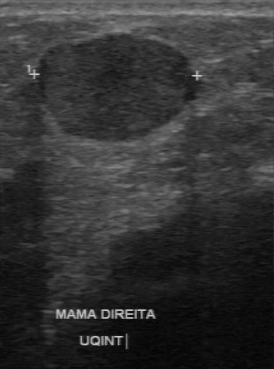
Acquired on GE Logiq 7 @10-14MHz. Breast US.
This breast US shows a lesion with BI-RADS assessment: 4, biopsy or follow-up result: malignant.